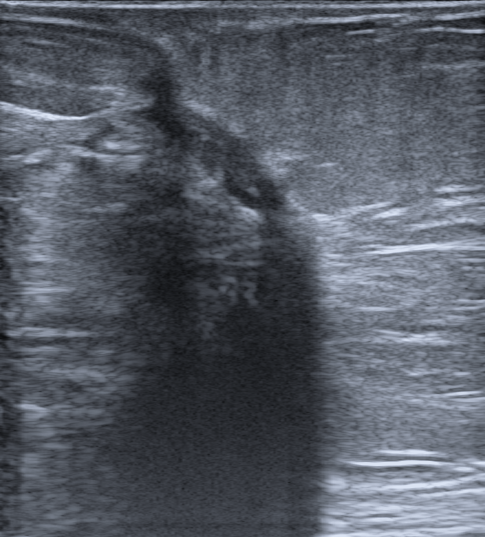
Modality: breast ultrasound. Patient age: 55.
Biopsy or follow-up result: benign.